Breast ultrasound. Acquired on GE Logiq 7 @10-14MHz.
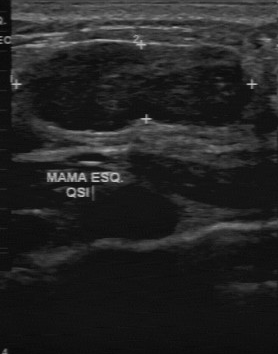
Echo pattern: hypoechoic. Calcifications: absent. Contour: partially regular. Lesion boundary: clear.